Imaging: breast sonogram.
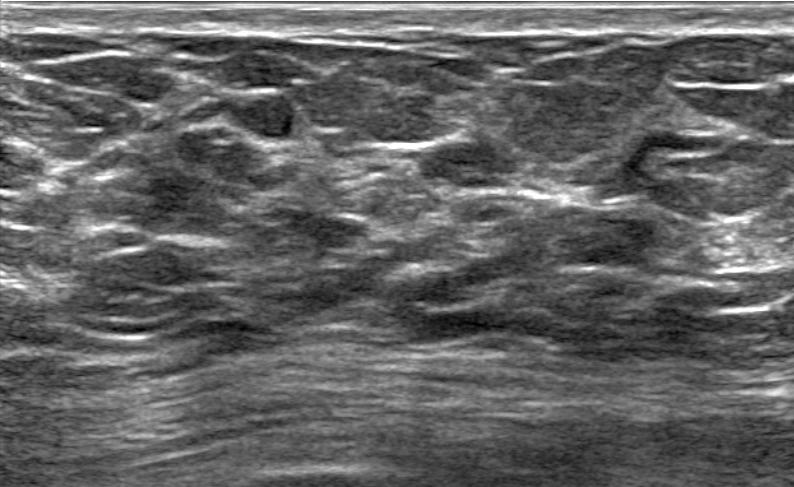
The mass is oval and isoechoic; its margin is circumscribed. There are no posterior acoustic features. No skin thickening is seen. No calcifications are seen. BI-RADS assessment: 4A; biopsy or follow-up result: benign.